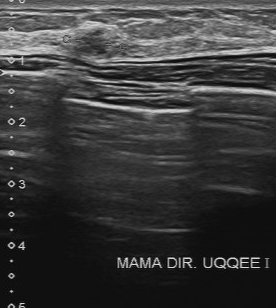
B-mode breast ultrasound.
B-mode breast ultrasound findings:
- histopathology: fibrocystic changes
- second-reader BI-RADS: 4A
- original BI-RADS: 4
- echo pattern: slightly hypoechoic